Imaging: breast ultrasound scan.
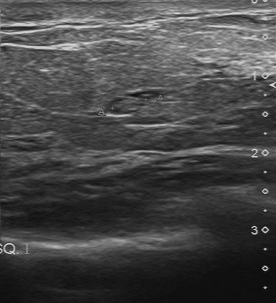
The breast lesion demonstrates calcifications: absent, fairly clear lesion boundary, confirmed outcome (biopsy or follow-up): benign, regular contour, slightly hypoechoic internal echoes.